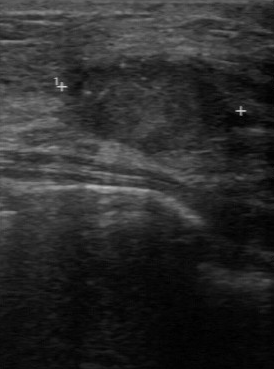
Imaging: breast ultrasound scan. Scanner: GE Logiq 7 @10-14MHz.
(coordinates in a 274x369 pixel frame) Mass bounding box: (58,56)-(250,156). The mass is malignant on biopsy or follow-up. BI-RADS 4.